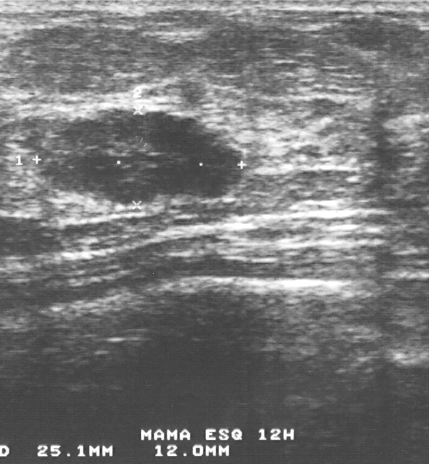
B-mode breast ultrasound.
(coordinates in a 429x464 pixel frame) Finding bounding box: x1=42, y1=108, x2=243, y2=204. The finding is benign on biopsy or follow-up.